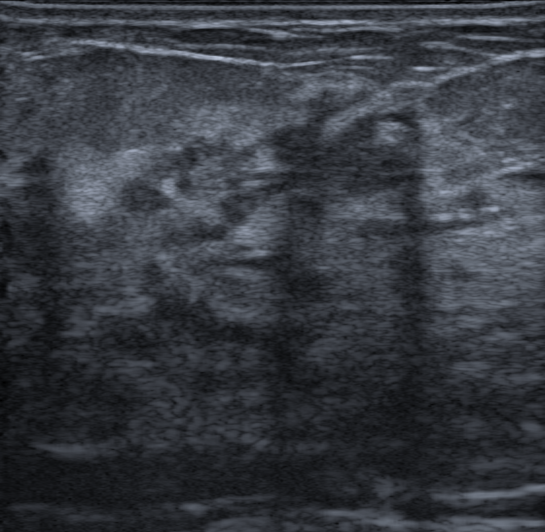
Imaging: breast ultrasound scan. Background tissue composition: heterogeneous: predominantly fibroglandular. Age 42.
The finding is irregular in shape. Calcifications: intraductal. Echogenic halo: absent. Margins are not circumscribed, with microlobulated and indistinct features. Its echo pattern is heterogeneous. Posterior features: shadowing. Skin thickening: none. Assigned BI-RADS 4C. Biopsy or follow-up result: malignant.